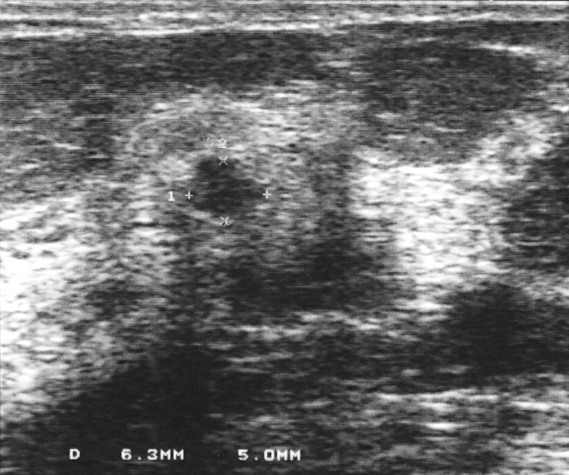
Modality: breast ultrasound.
Outcome on biopsy or follow-up: benign. (BI-RADS category 3.)